Modality: breast ultrasound. Background tissue composition: heterogeneous: predominantly fibroglandular. 39-year-old patient.
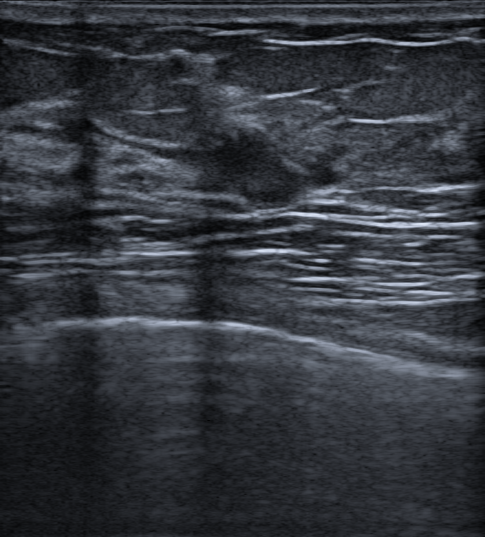
Breast ultrasound findings:
- echogenicity: hypoechoic
- verification: confirmed by biopsy
- posterior features: none
- BI-RADS: 4B
- pathology: Benign mammary dysplasia
- skin thickening: none
- margin: not circumscribed - microlobulated and indistinct
- echogenic halo: none
- confirmed outcome (biopsy or follow-up): benign
- differential: Suspicion of malignancy; Fibroadenoma
- lesion shape: oval
- calcifications: none